Modality: breast ultrasound scan.
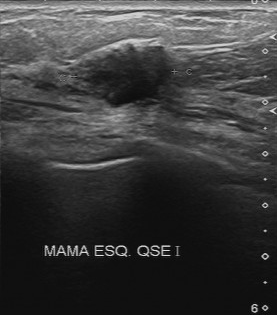
BI-RADS 4 in the original read. Descriptors from an independent second read (not the reader who assigned the category): Margin: irregular. Internally the lesion is hypoechoic. Its boundary is unclear. Calcifications: none. Histopathology: invasive ductal carcinoma (malignant).